Modality: breast ultrasound image.
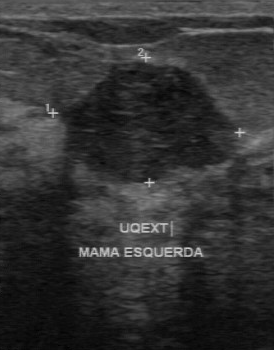
A breast lesion is seen with biopsy result: fibroadenoma, BI-RADS (first reader): 3, somewhat unclear boundary, second-reader BI-RADS: 3, hypoechoic echo pattern, calcifications: absent.